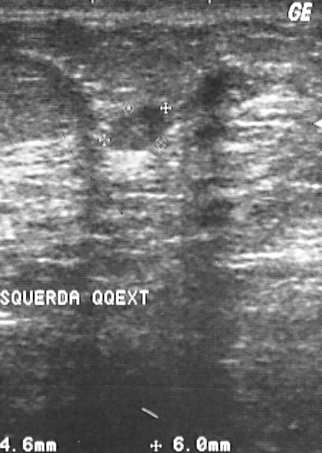
Breast ultrasound.
A lesion is seen. It was assessed as BI-RADS 2. Biopsy showed cyst, a benign finding.